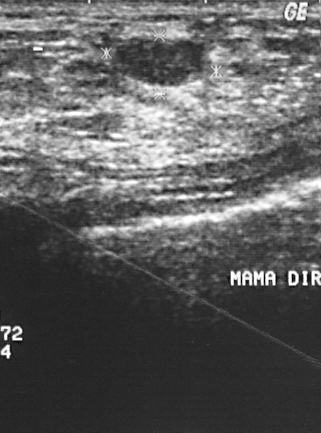
Scanner: GE Logiq 5 @10-12MHz. Modality: breast ultrasound scan.
This breast ultrasound scan shows a breast lesion, benign on biopsy or follow-up. (BI-RADS category 2.)